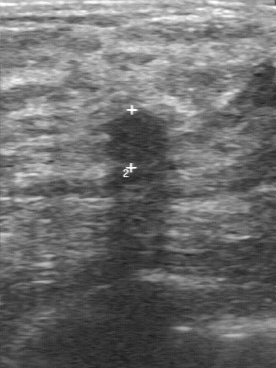
Modality: B-mode breast ultrasound.
This B-mode breast ultrasound shows a lesion with calcifications: absent, partially regular margin, fairly clear boundary, independent BI-RADS assessment: 4A, slightly hypoechoic internal echoes, BI-RADS (first reader): 3.